Imaging: breast sonogram.
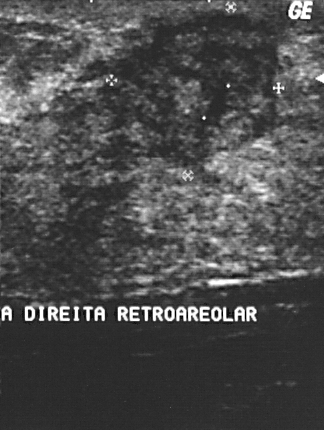
Coordinates are pixels in the 324x430 image. Lesion region of interest: 75 9 283 171. The breast lesion is malignant on biopsy or follow-up.